Imaging: breast ultrasound. Scanner: GE Logiq 5 @10-12MHz.
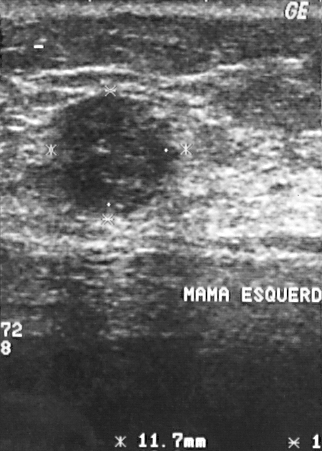
FINDINGS: BI-RADS category: 4. Biopsy or follow-up result: benign. Histopathology: cyst.
OUTCOME ON BIOPSY OR FOLLOW-UP: benign.